Modality: breast ultrasound. Age 48.
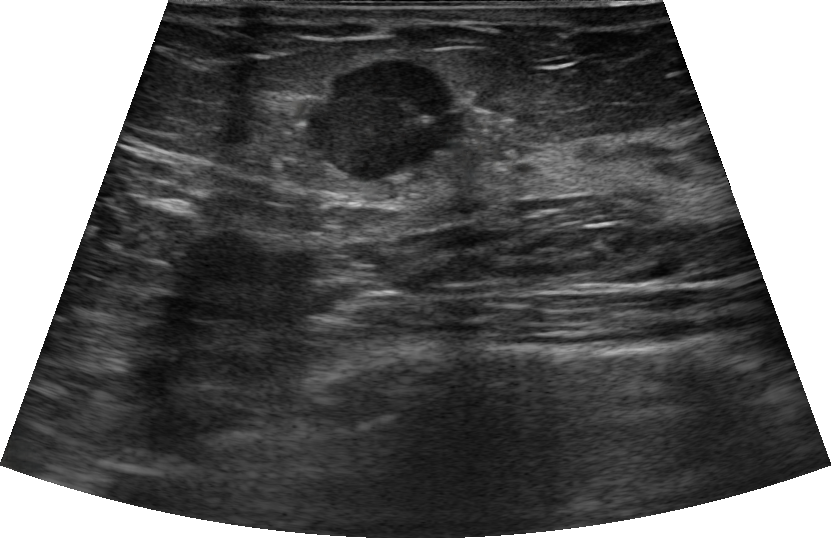
Findings: an irregular lesion of hypoechoic echotexture with non-circumscribed (angular) margins. There are no posterior acoustic features. There are calcifications in the mass. The lesion is categorized as BI-RADS 4C; on biopsy or follow-up it was malignant. Histopathology: Invasive carcinoma of no special type (NST); Ductal carcinoma in situ (DCIS).